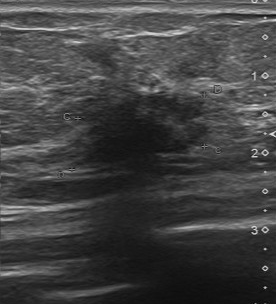
B-mode breast ultrasound.
Mass: malignant on biopsy or follow-up.